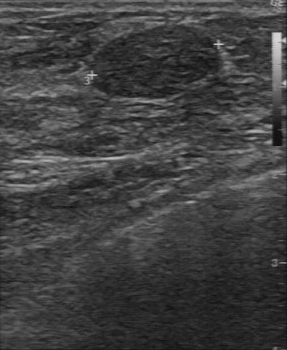
B-mode breast ultrasound. Acquired on GE Logiq 7 @10-14MHz.
Lesion characteristics:
- pathology: fibroadenoma
- BI-RADS category: 2